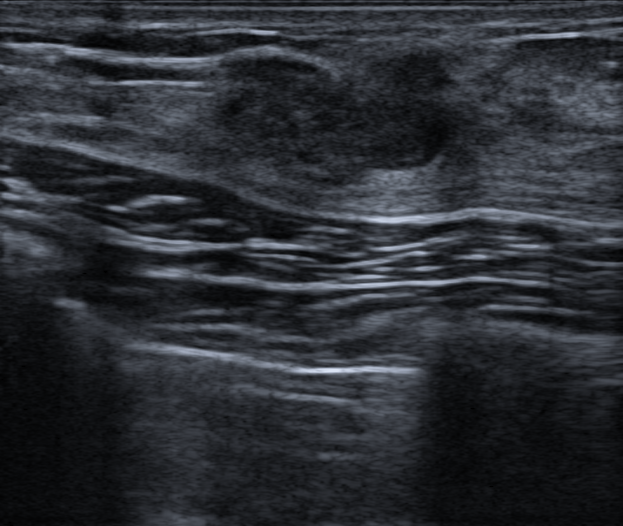
Patient age: 31. Breast US.
The breast lesion is oval and hyperechoic; its margin is not circumscribed (indistinct). Posterior features: none. There is no echogenic halo. There is no skin thickening. BI-RADS assessment: 4B; biopsy or follow-up result: benign. Radiologic interpretation: Suspicion of malignancy; Fibroadenoma. Biopsy confirmed fibroadenoma.